Imaging: B-mode breast ultrasound.
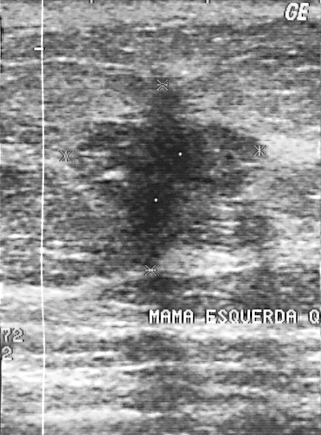
This mass proved malignant on biopsy or follow-up. Biopsy showed invasive ductal carcinoma. Assigned BI-RADS 5.